Acquired on GE Logiq 7 @10-14MHz. Modality: breast ultrasound.
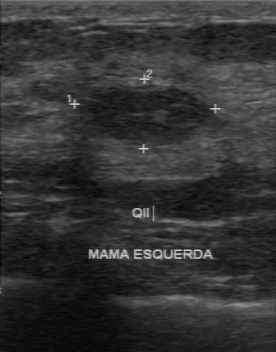
Coordinates are pixels in the 276x352 image. Lesion bounding box: 79 84 216 146.